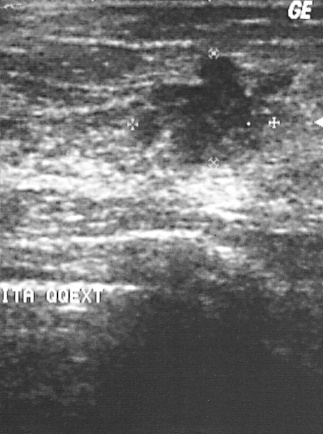
Imaging: breast ultrasound scan.
A lesion is present on this breast ultrasound scan. It was assessed as BI-RADS 4. Biopsy showed invasive ductal carcinoma, a malignant finding.